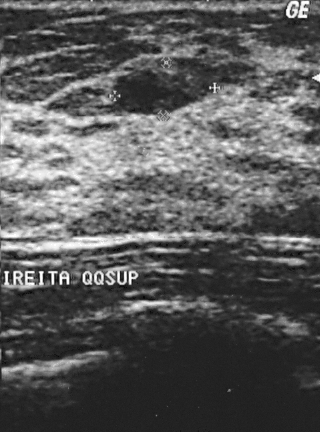
Breast sonogram. Scanner: GE Logiq 5 @10-12MHz.
(coordinates in a 320x432 pixel frame) The mass occupies approximately top-left (117, 59), bottom-right (216, 114). BI-RADS 2.